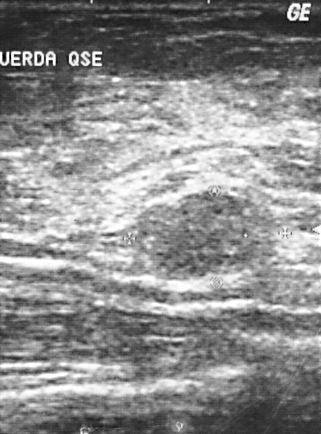
Modality: breast US.
The mass is benign on biopsy or follow-up.